Imaging: breast ultrasound image.
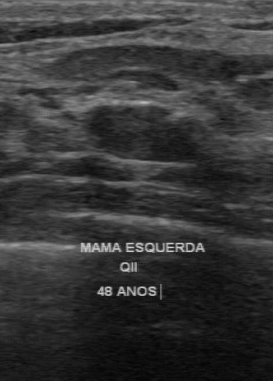
The original reader assigned BI-RADS 3. A second reader, independent of the original assessment, describes a hypoechoic finding with a regular margin; the boundary is clear. Biopsy showed fibroadenoma, a benign finding.